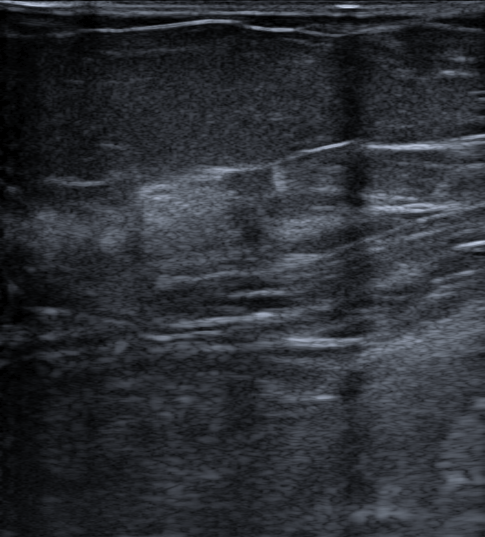
Patient age: 66. Modality: B-mode breast ultrasound.
Finding: breast lesion, malignant on biopsy or follow-up.